Scanner: GE Logiq 7 @10-14MHz. Imaging: breast ultrasound image.
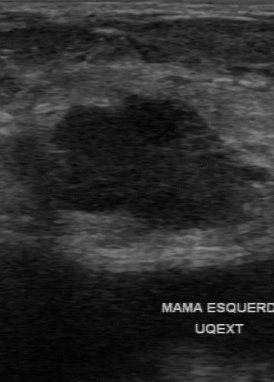
The mass is malignant on biopsy or follow-up. BI-RADS 4.